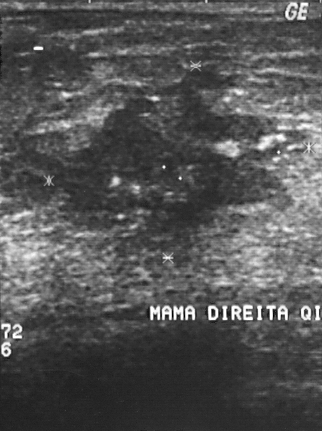
B-mode breast ultrasound. Scanner: GE Logiq 5 @10-12MHz.
(coordinates in a 322x431 pixel frame) Segment the breast lesion: bounding box (27, 63) to (311, 270). The breast lesion is malignant on biopsy or follow-up. BI-RADS 5.